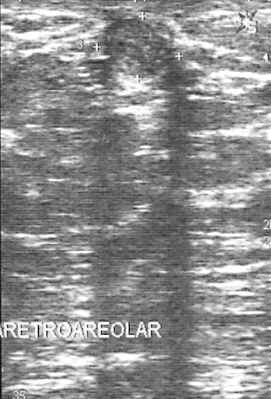
Imaging: breast ultrasound scan.
BI-RADS category 2.
Biopsy showed fibrocystic changes, a benign finding.